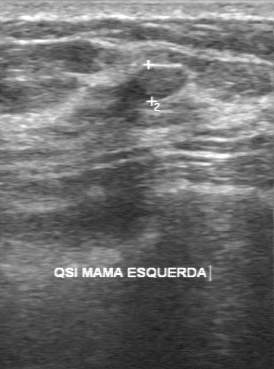
Modality: breast ultrasound scan. Scanner: GE Logiq 7 @10-14MHz.
BI-RADS 3 in the original read. On a second read by an independent reader: Echo pattern: slightly hypoechoic. Margin: regular. Calcifications: none. The lesion boundary is clear. Histopathology: fibroadenoma (benign).